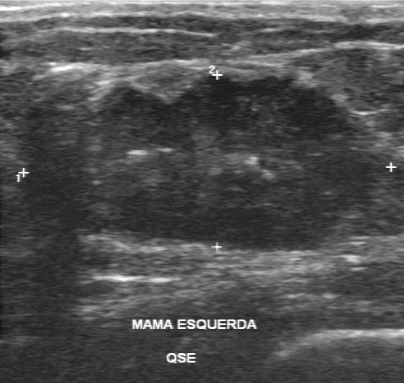
Breast ultrasound.
The mass is malignant on biopsy or follow-up.